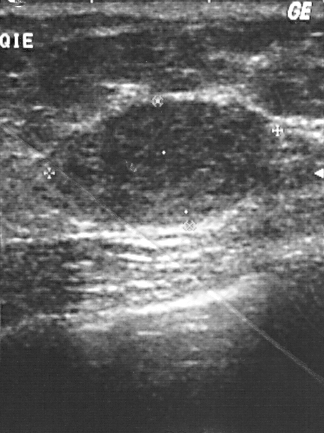
B-mode breast ultrasound.
Histopathology: fibroadenoma. The lesion is benign on biopsy or follow-up. The lesion is assessed as BI-RADS 2.